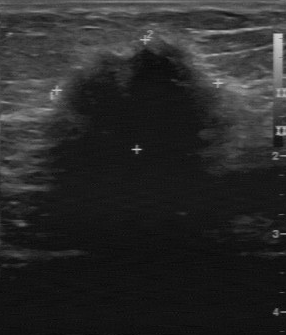
Imaging: breast sonogram.
The lesion margin is irregular. Independent BI-RADS assessment: 4C. The lesion boundary is unclear. Biopsy or follow-up result: malignant. The BI-RADS (first reader) is 4.